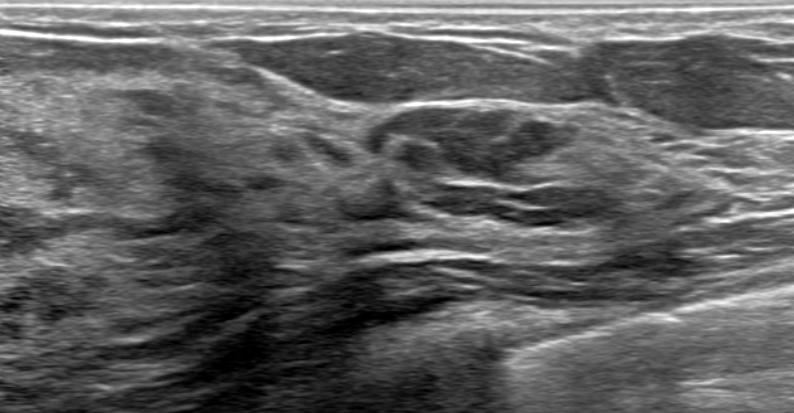
Modality: breast sonogram. Background echotexture is homogeneous: fibroglandular.
FINDINGS: Breast sonogram. Differential: Dysplasia. Echogenic halo: none. Echo pattern: isoechoic. BI-RADS: 4A. Skin thickening: none. Lesion margin: circumscribed. Verification: confirmed by biopsy. Posterior acoustic features: absent. Histopathology: Benign mammary dysplasia.
OUTCOME ON BIOPSY OR FOLLOW-UP: benign.